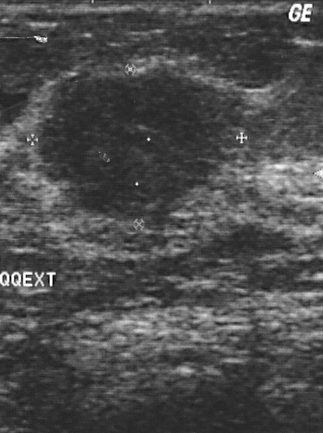
Acquired on GE Logiq 5 @10-12MHz. Modality: breast ultrasound image.
(coordinates in a 323x433 pixel frame) Segment the lesion: bounding box x1=32, y1=63, x2=252, y2=229. BI-RADS 4.